Modality: breast sonogram.
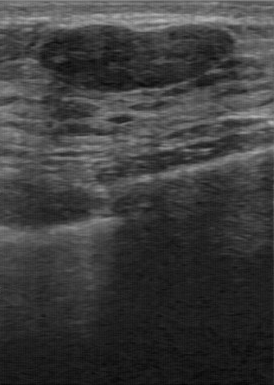
BI-RADS 2 in the original read. On a second, independent read, a breast lesion with a regular margin and a clear boundary is seen; it is hypoechoic. Histopathology: fibroadenoma (benign).